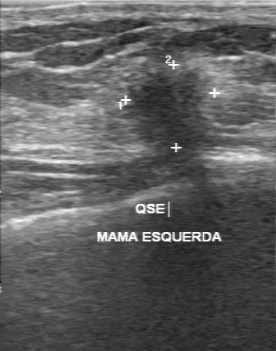
Scanner: GE Logiq 7 @10-14MHz. Breast ultrasound scan.
Lesion characteristics:
- original BI-RADS: 5
- histopathology: invasive ductal carcinoma
- lesion margin: irregular
- independent BI-RADS assessment: 4B
- confirmed outcome (biopsy or follow-up): malignant